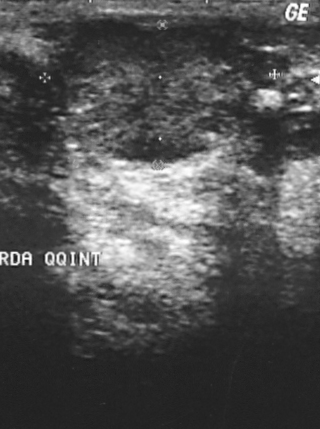
Scanner: GE Logiq 5 @10-12MHz. Modality: breast sonogram.
The mass is assessed as BI-RADS 4. Histopathology: invasive ductal carcinoma (malignant). This mass proved malignant on biopsy or follow-up.